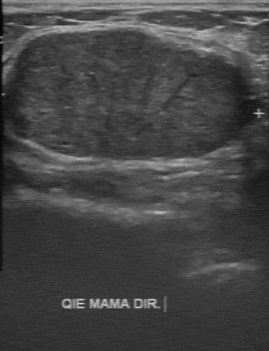
Breast ultrasound.
BI-RADS 2 in the original read; on a second read the margin is regular, the boundary clear and the finding slightly hypoechoic. There are no calcifications. Biopsy showed fibroadenoma, a benign finding.